Modality: B-mode breast ultrasound.
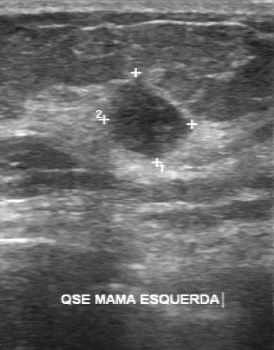
Pixel coordinates (x1, y1, x2, y2): Segment the breast lesion: bounding box [104, 78, 192, 161].